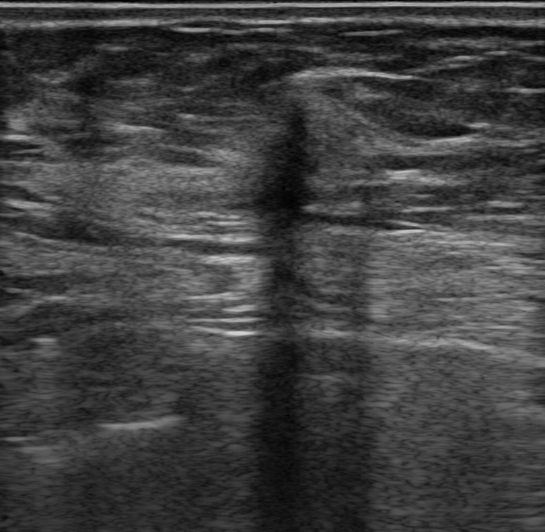
Imaging: breast ultrasound image.
The mass occupies approximately (242, 99) to (323, 217). The mass is malignant on biopsy or follow-up.